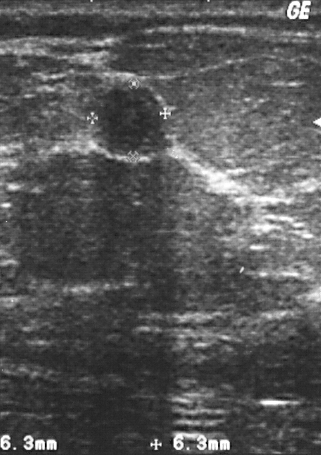
Imaging: breast US.
The lesion is benign on biopsy or follow-up. The biopsy result was fibroadenoma; the lesion is benign. BI-RADS assessment: 2.